Scanner: GE Logiq 7 @10-14MHz. Modality: breast ultrasound scan.
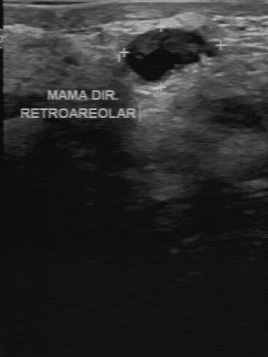
Biopsy or follow-up result: benign.